Acquired on GE Logiq 7 @10-14MHz. Modality: breast ultrasound.
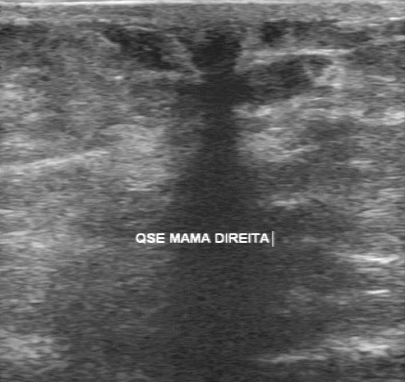
Second-reader BI-RADS: 4B. The boundary is unclear. Echogenicity: hypoechoic. The biopsy or follow-up result is malignant. No calcifications are seen.